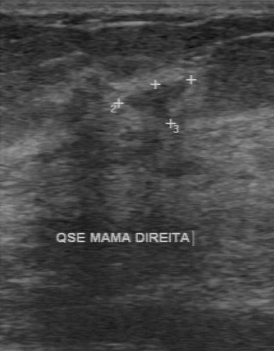
Scanner: GE Logiq 7 @10-14MHz. Breast ultrasound image.
Finding: mass, benign on biopsy or follow-up.